Breast sonogram. Scanner: GE Logiq 7 @10-14MHz.
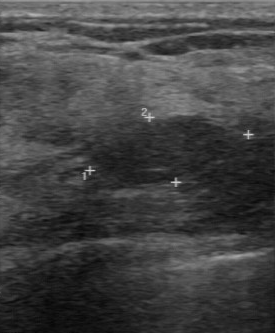
Breast sonogram findings:
- confirmed outcome (biopsy or follow-up): benign
- BI-RADS (second read): 3
- BI-RADS (first reader): 3